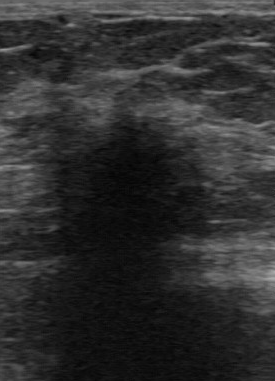
Imaging: breast ultrasound.
The finding demonstrates biopsy or follow-up result: malignant, BI-RADS assessment: 5.